Breast sonogram.
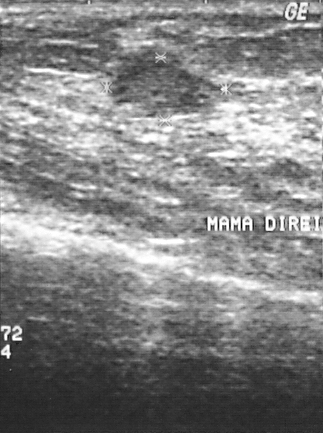
Assigned BI-RADS 3.
Biopsy showed sclerosing adenosis, a benign finding.